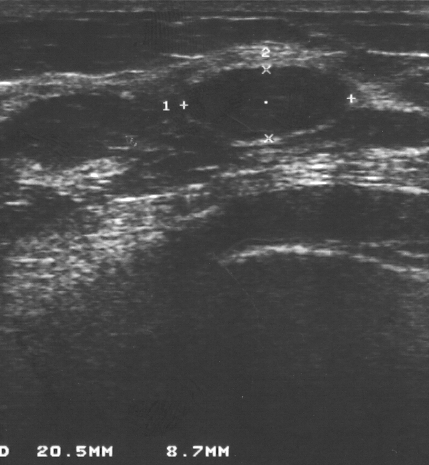
Imaging: breast ultrasound scan.
A lesion is present on this breast ultrasound scan. Assessment: BI-RADS 2. Biopsy showed fibroadenoma, a benign finding.